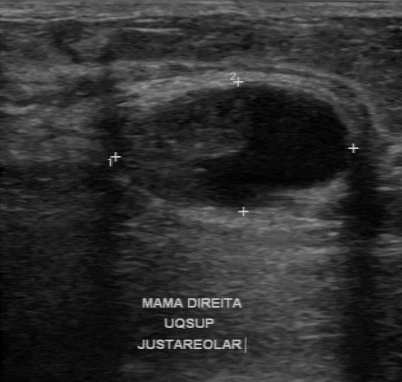
Scanner: GE Logiq 7 @10-14MHz. Modality: breast ultrasound scan.
The echogenicity is mixed cystic and solid. Boundary: fairly clear. Margin is regular. There are no calcifications.